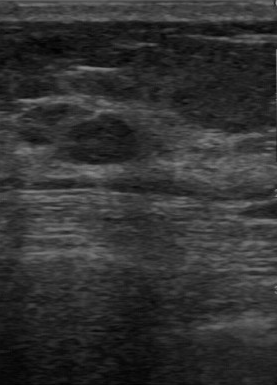
Modality: breast ultrasound image.
Internal echoes are hypoechoic. Calcifications are absent. The BI-RADS (second read) is 3. Lesion boundary is clear.